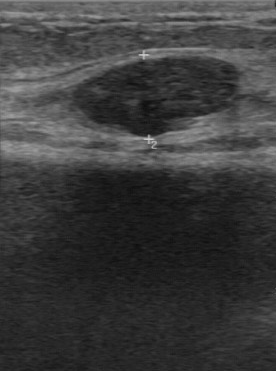
Scanner: GE Logiq 7 @10-14MHz. Modality: breast US.
FINDINGS: Breast US. BI-RADS: 2.
OUTCOME ON BIOPSY OR FOLLOW-UP: benign.